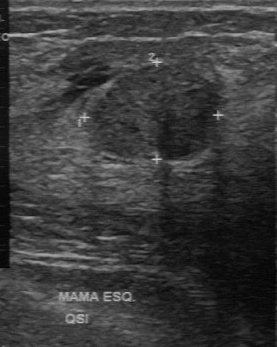
Imaging: breast US.
The breast lesion was assessed as BI-RADS 3 by the original reader. On a second, independent read, a breast lesion with a regular margin and a clear boundary is seen; it is slightly hypoechoic. Pathology confirmed benign fibroadenoma.